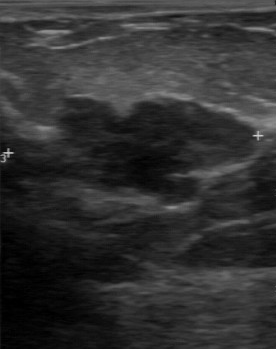
Breast ultrasound scan. Acquired on GE Logiq 7 @10-14MHz.
The lesion was categorized BI-RADS 4 in the original read.
A second, independent read describes the lesion as follows.
Boundary: somewhat unclear.
The lesion is hypoechoic.
Calcifications: none.
The lesion has a partially regular margin.
Histopathology: intraductal papilloma (benign).